Imaging: breast ultrasound image.
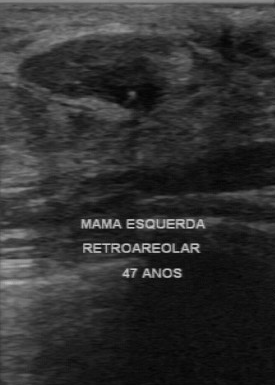
The confirmed outcome (biopsy or follow-up) is benign. Boundary: clear. Calcifications are suspected. Contour is regular. Echogenicity is hypoechoic.